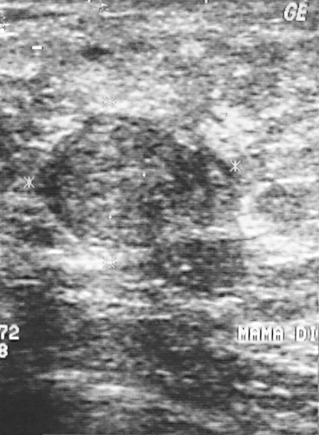
Acquired on GE Logiq 5 @10-12MHz. Imaging: breast ultrasound scan.
Lesion: benign on biopsy or follow-up. BI-RADS 3.